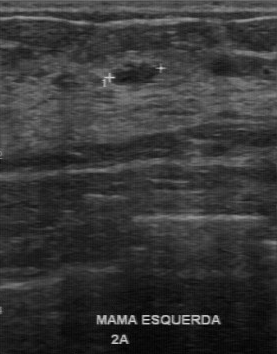
Modality: breast ultrasound.
Outcome on biopsy or follow-up: benign. (BI-RADS category 3.)